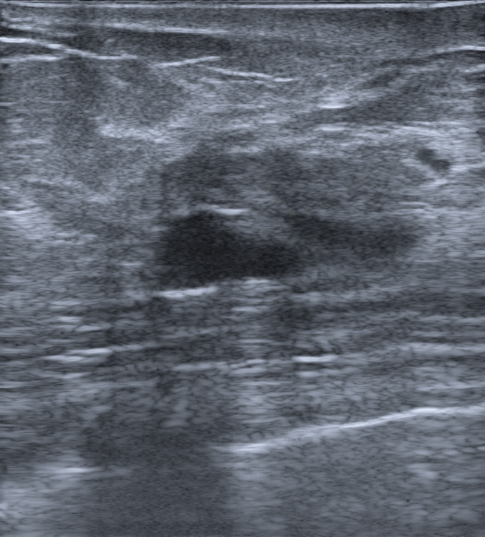
Modality: B-mode breast ultrasound. Background tissue composition: heterogeneous: predominantly fibroglandular.
Biopsy or follow-up result: benign.